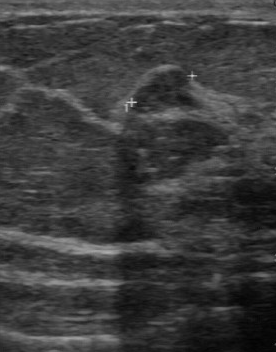
Imaging: breast ultrasound.
- calcifications: none
- independent BI-RADS assessment: 4A
- boundary: clear